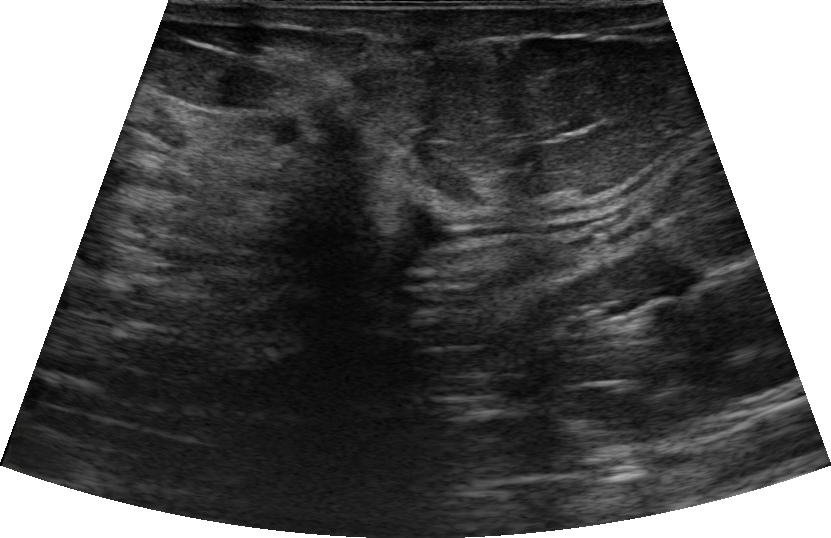
65-year-old patient. Breast ultrasound image.
Breast lesion: malignant on biopsy or follow-up. BI-RADS 4C.